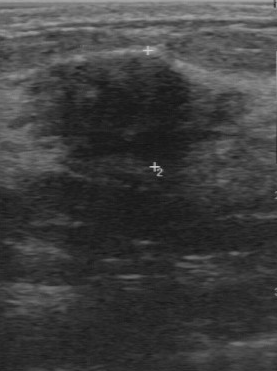
Breast sonogram. Acquired on GE Logiq 7 @10-14MHz.
Histopathology is fibrocystic changes. BI-RADS category: 4. The outcome on biopsy or follow-up is benign.